Modality: breast ultrasound image.
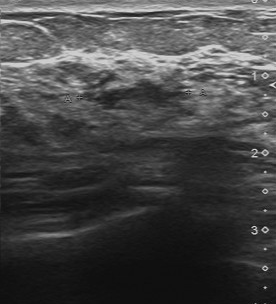
A breast lesion is seen with hypoechoic echo pattern, calcifications: absent, unclear lesion boundary, irregular lesion margin, pathology: hyperplasia.